Breast ultrasound scan.
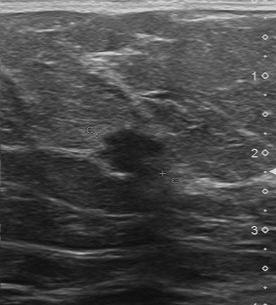
(coordinates in a 276x305 pixel frame) The lesion is located within the bounding box top-left (88, 129), bottom-right (168, 178).